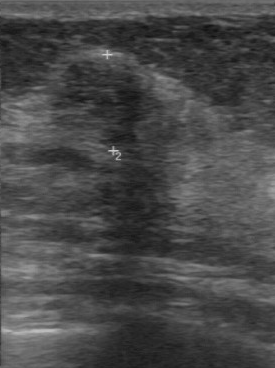
Acquired on GE Logiq 7 @10-14MHz. Breast sonogram.
The breast lesion is malignant on biopsy or follow-up. BI-RADS 4.